Modality: breast ultrasound.
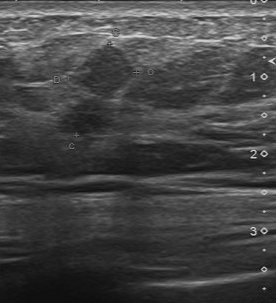
Lesion characteristics:
- BI-RADS (second read): 3
- calcifications: absent
- echogenicity: slightly hypoechoic